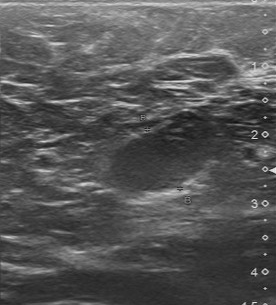
Acquired on Toshiba Aplio 300 @12-14 MHz. Imaging: B-mode breast ultrasound.
This B-mode breast ultrasound shows a breast lesion with BI-RADS on independent re-read: 3, outcome on biopsy or follow-up: benign.